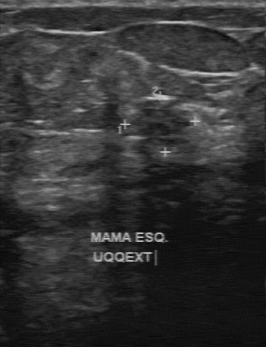
Imaging: breast ultrasound.
The boundary is somewhat unclear. Calcifications are absent. Biopsy or follow-up result is benign. Margin: partially regular. Echogenicity: slightly hypoechoic.